Breast ultrasound scan.
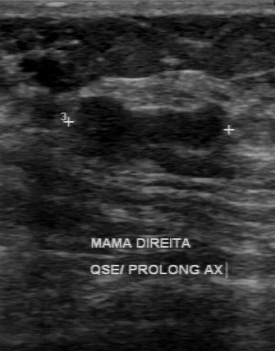
BI-RADS 4 in the original read; on a second read the margin is regular, the boundary fairly clear and the lesion hypoechoic. Calcifications: none. Pathology confirmed benign fibroadenoma.